Breast sonogram.
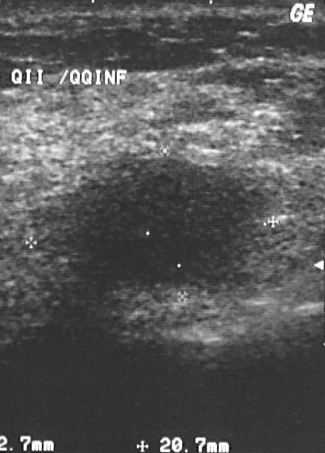
BI-RADS category 4. This mass proved malignant on biopsy or follow-up. Biopsy showed invasive ductal carcinoma, a malignant finding.